Modality: breast ultrasound.
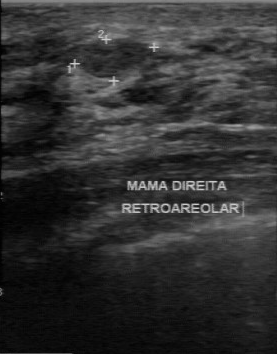
Coordinates are pixels in the 277x354 image. The mass occupies approximately x1=75, y1=38, x2=150, y2=79. The mass is benign on biopsy or follow-up.